Modality: breast US.
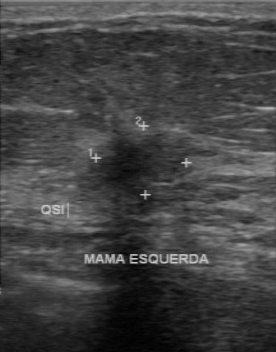
Pathology is invasive ductal carcinoma. BI-RADS assessment is 4. Biopsy or follow-up result is malignant.